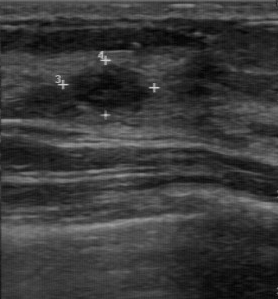
Breast ultrasound image. Scanner: GE Logiq 7 @10-14MHz.
The breast lesion was assessed as BI-RADS 4 by the original reader. Findings on the second read (an independent reader): a hypoechoic breast lesion, margin regular, boundary clear. Pathology confirmed benign sclerosing adenosis.